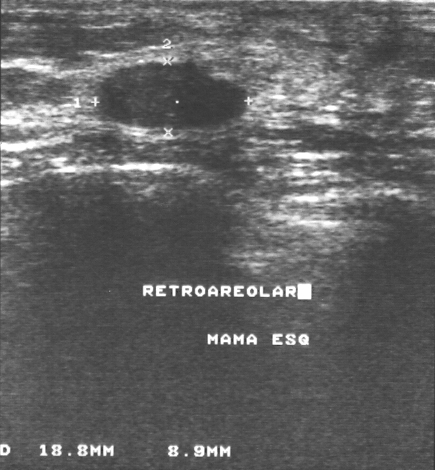
Scanner: GE Logiq 5 @10-12MHz. Modality: breast ultrasound scan.
The finding is benign on biopsy or follow-up. The biopsy result was fibroadenoma; the finding is benign. BI-RADS assessment: 2.